Scanner: GE Logiq 5 @10-12MHz. Breast sonogram.
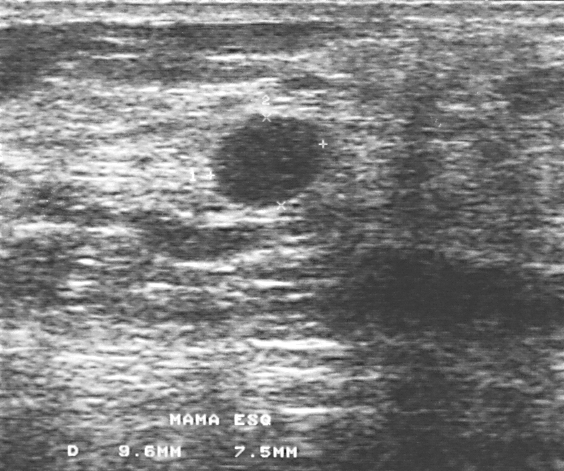
Outcome on biopsy or follow-up: benign. BI-RADS assessment: 3. The biopsy result was fibrocystic changes.